Modality: breast sonogram.
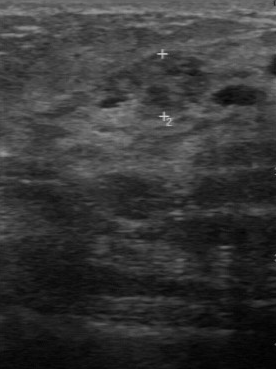
The original reader assigned BI-RADS 4.
A second, independent read describes the mass as follows.
Margin: partially regular.
No calcifications are seen.
The mass is heterogeneous.
Its boundary is fairly clear.
The biopsy result was invasive ductal carcinoma; the mass is malignant.